Imaging: breast ultrasound.
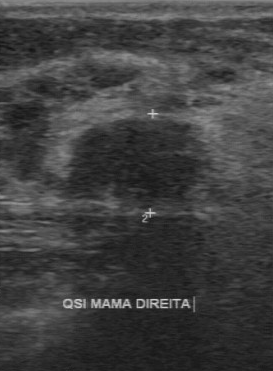
Lesion characteristics:
- lesion margin: regular
- internal echoes: hypoechoic
- calcifications: absent
- lesion boundary: fairly clear